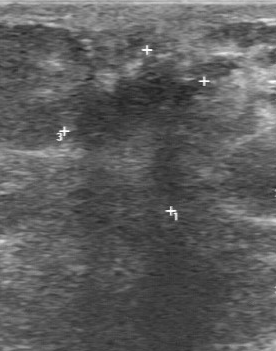
Breast ultrasound. Acquired on GE Logiq 7 @10-14MHz.
Original-read BI-RADS category: 5. Descriptors from an independent second read (not the reader who assigned the category): Margin: irregular. Its boundary is unclear. Calcifications: suspected. The biopsy result was invasive lobular carcinoma; the mass is malignant.